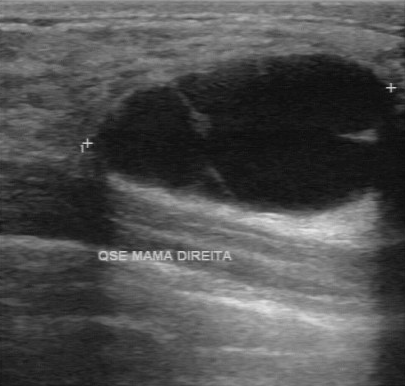
Modality: breast ultrasound.
This breast ultrasound shows a finding with anechoic echo pattern, biopsy or follow-up result: benign, clear lesion boundary, calcifications: none, regular lesion margin.